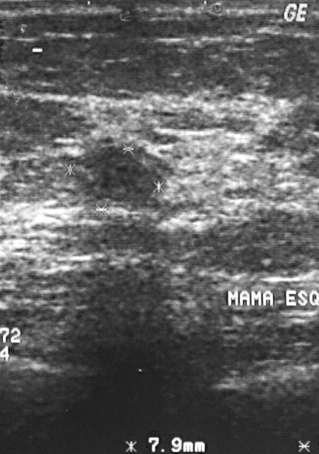
Breast ultrasound.
This breast ultrasound shows a finding. Assessment: BI-RADS 2. Histopathology: fibrocystic changes (benign).